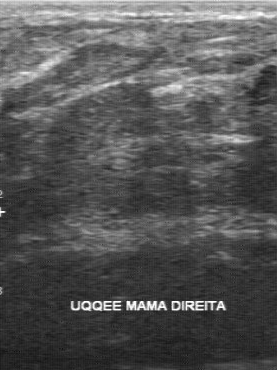
Imaging: breast ultrasound.
Original-read BI-RADS category: 4. The following findings are from a second reader, independent of the original assessment. Margin: regular. There are no calcifications. Echo pattern: isoechoic. The lesion boundary is somewhat unclear. Biopsy showed fibroadenoma, a benign finding.